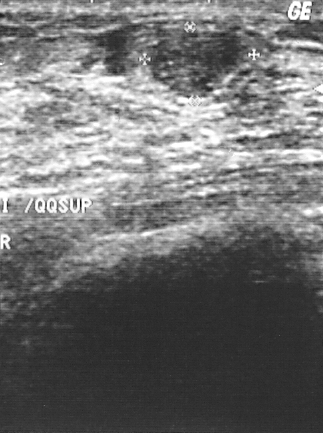
Breast sonogram.
Biopsy or follow-up result: benign. BI-RADS 2.